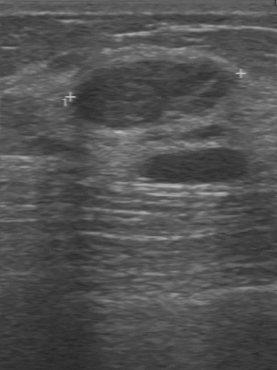
Breast ultrasound scan.
Coordinates are pixels in the 277x370 image. The lesion is located within the bounding box 69 58 241 131. The lesion is benign on biopsy or follow-up.